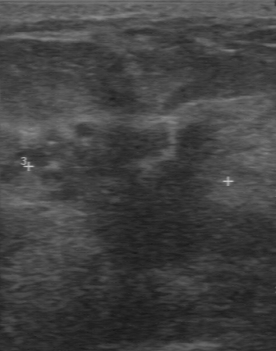
Acquired on GE Logiq 7 @10-14MHz. Modality: breast ultrasound scan.
The mass was categorized BI-RADS 5 in the original read. On a second, independent read, a mass with an irregular margin and an unclear boundary is seen; it is hypoechoic. Calcifications: multiple calcifications. Pathology confirmed malignant invasive ductal carcinoma.